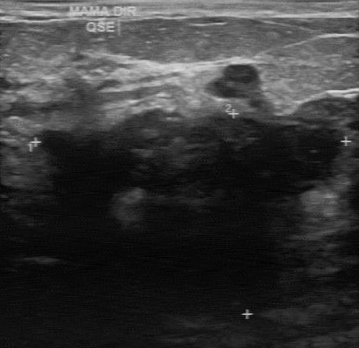
Modality: breast US.
The pathology is invasive ductal carcinoma. BI-RADS category is 4.